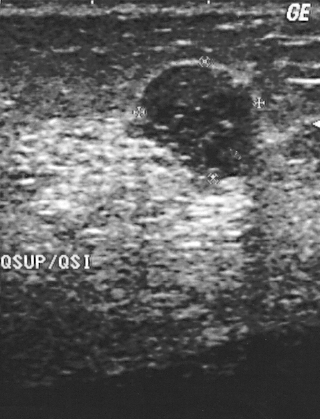
Imaging: breast ultrasound. Acquired on GE Logiq 5 @10-12MHz.
Pixel coordinates (x1, y1, x2, y2): Lesion region of interest: x1=142, y1=67, x2=255, y2=176. The breast lesion is benign on biopsy or follow-up.